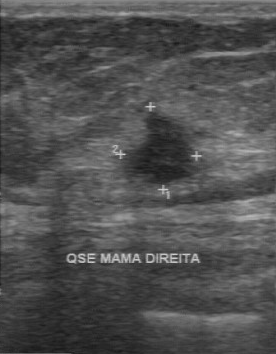
Breast ultrasound scan. Scanner: GE Logiq 7 @10-14MHz.
Original-read BI-RADS category: 4. Descriptors from an independent second read (not the reader who assigned the category): The finding is hypoechoic. Margin: irregular. No calcifications are seen. Its boundary is somewhat unclear. Histopathology: invasive ductal carcinoma (malignant).